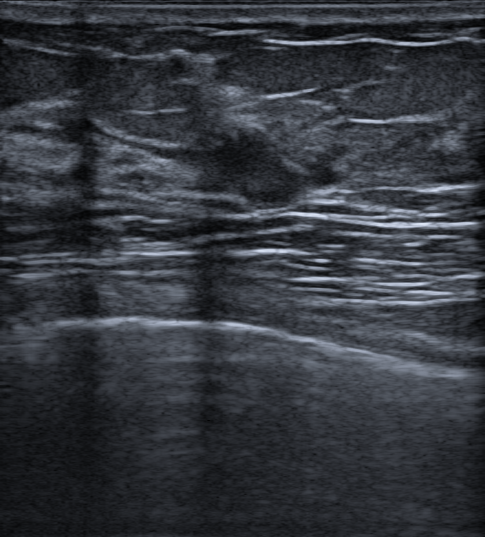
Imaging: B-mode breast ultrasound. Age 39.
This B-mode breast ultrasound shows a finding, benign on biopsy or follow-up. (BI-RADS category 4B.)